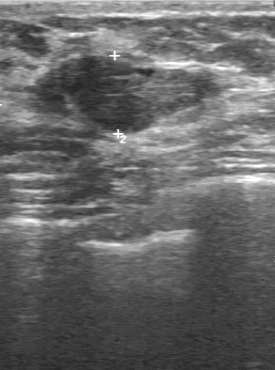
Modality: breast ultrasound scan.
The breast lesion was categorized BI-RADS 3 in the original read. A second, independent read describes the breast lesion as follows. Margin: partially regular. The lesion boundary is fairly clear. The breast lesion is slightly hypoechoic. There are no calcifications. The biopsy result was hyperplasia; the breast lesion is benign.